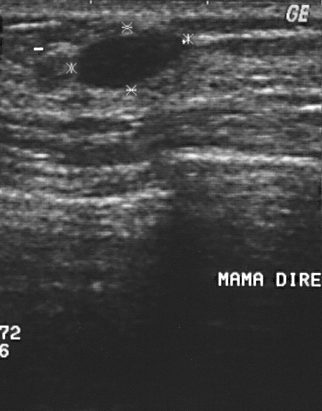
Imaging: breast ultrasound image.
- confirmed outcome (biopsy or follow-up): benign
- biopsy result: cyst
- BI-RADS assessment: 2